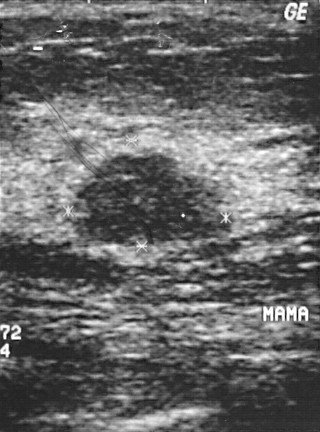
Imaging: breast ultrasound scan. Scanner: GE Logiq 5 @10-12MHz.
Biopsy or follow-up result: benign.